Imaging: breast ultrasound.
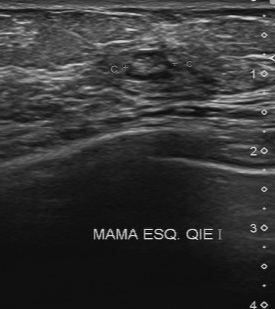
Biopsy or follow-up result: benign.